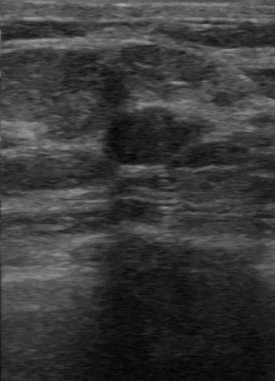
Imaging: breast ultrasound.
The breast lesion demonstrates clear boundary, calcifications: none, regular contour, hypoechoic internal echoes, biopsy or follow-up result: benign.